Imaging: breast ultrasound image.
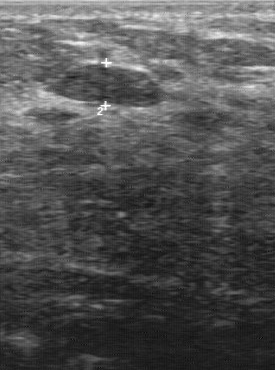
Lesion characteristics:
- independent BI-RADS assessment: 3
- echo pattern: hypoechoic
- lesion margin: regular
- outcome on biopsy or follow-up: benign
- lesion boundary: clear